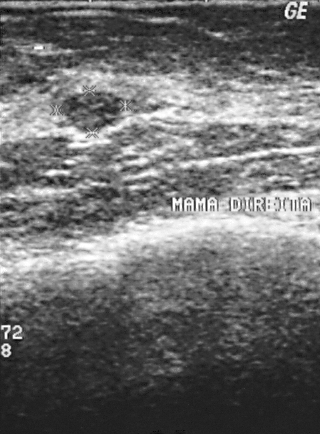
Modality: breast US. Scanner: GE Logiq 5 @10-12MHz.
(coordinates in a 320x434 pixel frame) Segment the breast lesion: bounding box (64, 92) to (122, 133).